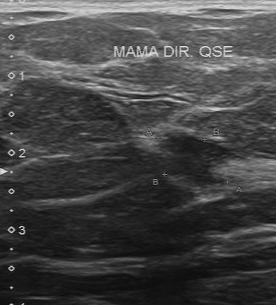
Acquired on Toshiba Aplio 300 @12-14 MHz. Modality: breast ultrasound.
BI-RADS (second read): 4A. Boundary: somewhat unclear. Outcome on biopsy or follow-up: malignant.